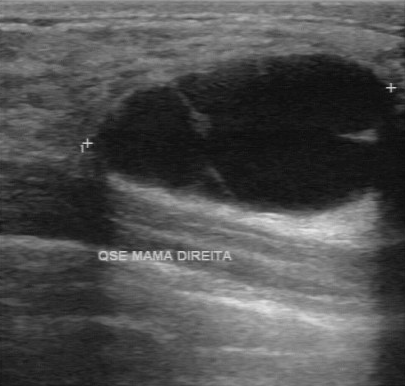
B-mode breast ultrasound.
The breast lesion demonstrates confirmed outcome (biopsy or follow-up): benign, BI-RADS assessment: 2.